Imaging: B-mode breast ultrasound.
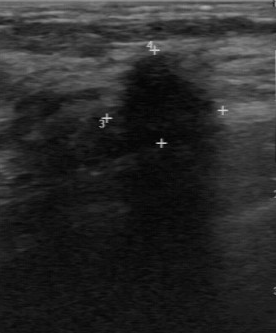
Biopsy or follow-up result: malignant. BI-RADS 5.